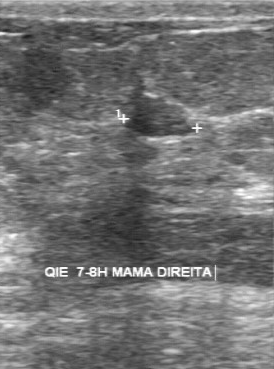
Imaging: breast ultrasound.
Outcome on biopsy or follow-up: benign. BI-RADS 3.